Modality: breast US.
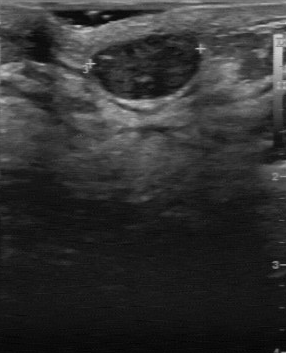
The original reader assigned BI-RADS 2. Findings on the second read (an independent reader): a hypoechoic mass, margin regular, boundary clear. No calcifications are seen. Pathology confirmed benign fibroadenoma.